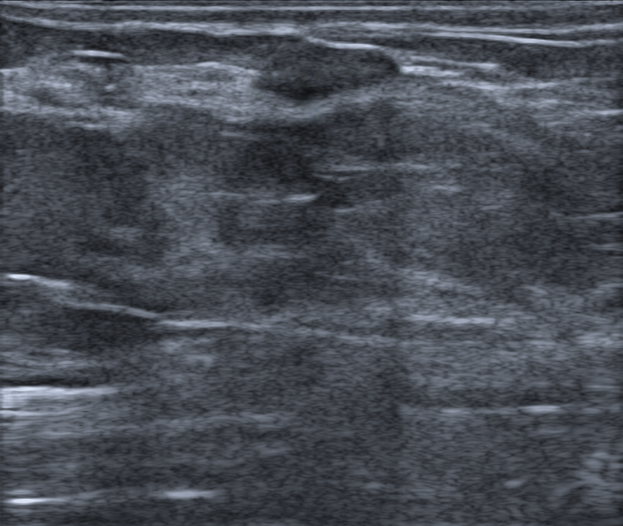
Background tissue composition: heterogeneous: predominantly fat. Patient age: 58. Imaging: breast ultrasound.
Skin thickening: absent. Echogenic halo: none. There are no posterior features. Verification is confirmed by follow-up care. BI-RADS category is 3. The echogenicity is hypoechoic. Biopsy or follow-up result is benign. Radiologic interpretation: Fibroadenoma.